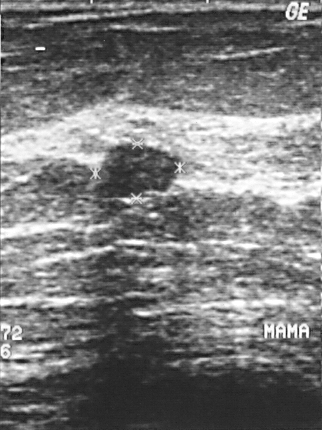
Imaging: breast ultrasound image.
Breast ultrasound image findings:
- BI-RADS assessment: 2
- outcome on biopsy or follow-up: benign
- biopsy result: fibroadenoma